Scanner: GE Logiq 7 @10-14MHz. Breast US.
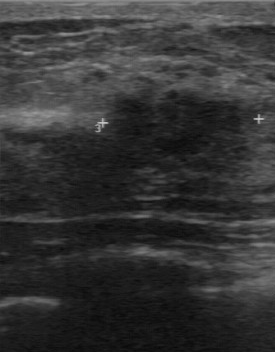
The original reader assigned BI-RADS 4. A second, independent read describes the breast lesion as follows. The margin is regular. Its boundary is somewhat unclear. Echo pattern: hypoechoic. No calcifications are seen. Histopathology: fibroadenoma (benign).